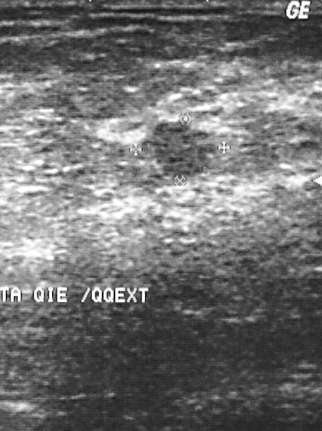
Modality: B-mode breast ultrasound.
Coordinates are pixels in the 322x431 image. Lesion bounding box: (133,120)-(221,180).